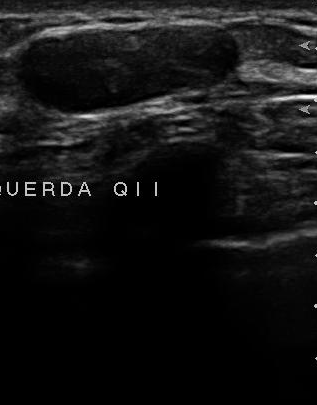
Imaging: breast sonogram. Acquired on U-Systems @10-14MHz.
Lesion characteristics:
- BI-RADS assessment: 2
- biopsy or follow-up result: benign